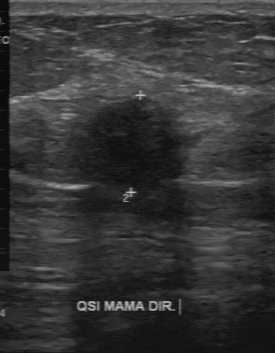
Scanner: GE Logiq 7 @10-14MHz. Breast sonogram.
(coordinates in a 275x353 pixel frame) Finding bounding box: top-left (69, 97), bottom-right (189, 196).